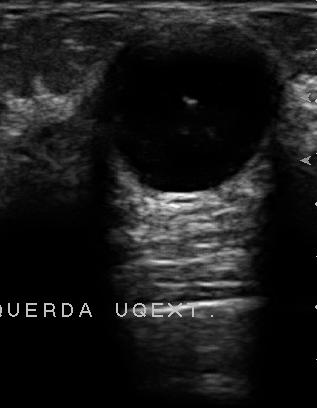
Imaging: breast ultrasound image.
Independent BI-RADS assessment: 4A. Echo pattern: hypoechoic. Confirmed outcome (biopsy or follow-up): benign. Boundary: fairly clear.
OUTCOME ON BIOPSY OR FOLLOW-UP: benign.